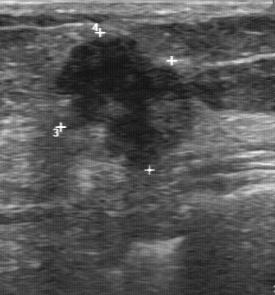
Modality: breast US. Scanner: GE Logiq 7 @10-14MHz.
The BI-RADS (second read) is 4B. The contour is irregular.